Modality: breast ultrasound.
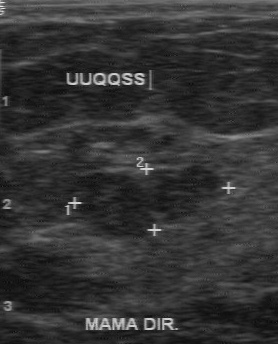
Biopsy or follow-up result: benign.